Imaging: breast sonogram. Scanner: Toshiba Aplio 300 @12-14 MHz.
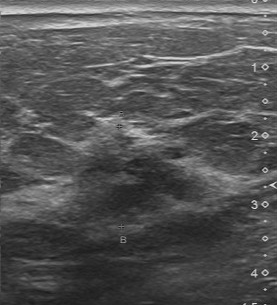
FINDINGS: Breast sonogram. Boundary: somewhat unclear. Internal echoes: slightly hypoechoic. BI-RADS (first reader): 4. Calcifications: none. Second-reader BI-RADS: 4A.
OUTCOME ON BIOPSY OR FOLLOW-UP: malignant.